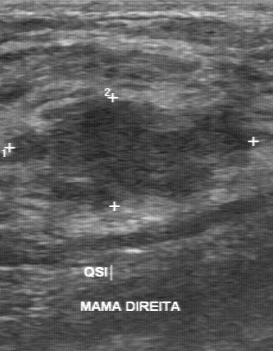
Imaging: breast ultrasound.
Breast ultrasound findings:
- echogenicity: slightly hypoechoic
- boundary: unclear
- BI-RADS on independent re-read: 4A